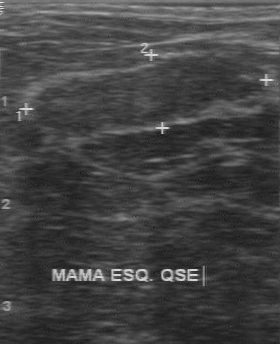
Modality: breast ultrasound scan.
This breast ultrasound scan shows a lesion with clear lesion boundary, hypoechoic echo pattern, calcifications: absent, BI-RADS on independent re-read: 3, regular contour.